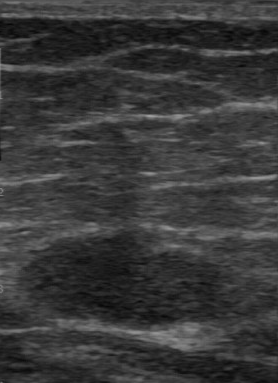
B-mode breast ultrasound.
Pixel coordinates (x1, y1, x2, y2): Lesion region of interest: (25, 235) to (223, 330). BI-RADS 3.